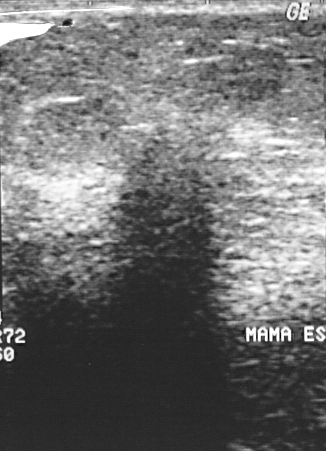
Modality: breast ultrasound image. Scanner: GE Logiq 5 @10-12MHz.
Outcome on biopsy or follow-up: malignant. (BI-RADS category 4.)